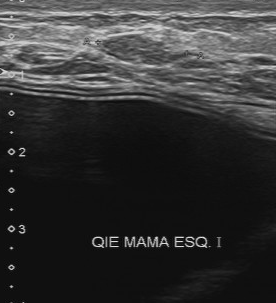
Modality: breast ultrasound image.
The original reader assigned BI-RADS 4.
Descriptors from an independent second read (not the reader who assigned the category):
Margin: regular.
Its boundary is fairly clear.
Internally the breast lesion is slightly hypoechoic.
There are no calcifications.
Histopathology: hamartoma (benign).